Imaging: breast US.
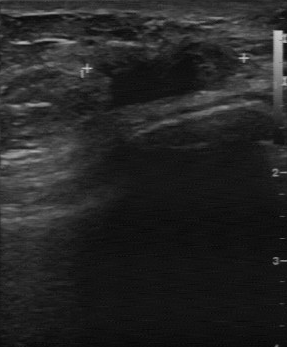
The original reader assigned BI-RADS 4. Descriptors from an independent second read (not the reader who assigned the category): There are no calcifications. The lesion has a partially regular margin. Its boundary is somewhat unclear. Echo pattern: hypoechoic. Biopsy showed invasive lobular carcinoma, a malignant finding.